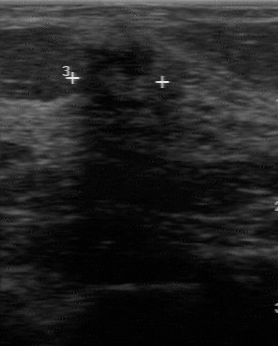
Modality: breast ultrasound image.
(coordinates in a 278x346 pixel frame) Segment the lesion: bounding box (78,49)-(190,110). The lesion is malignant on biopsy or follow-up. BI-RADS 4.